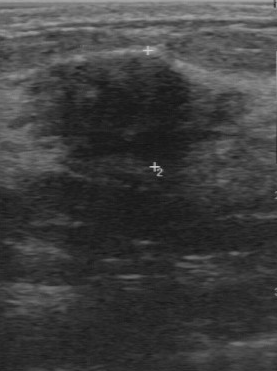
Modality: breast US.
Lesion characteristics:
- pathology: fibrocystic changes
- BI-RADS on independent re-read: 3